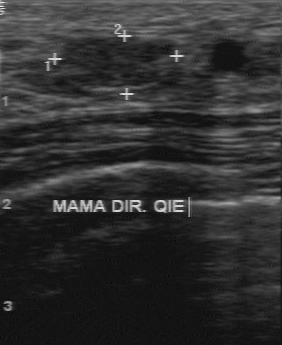
Breast sonogram.
Echo pattern: hypoechoic. The independent BI-RADS assessment is 3. Contour is regular.